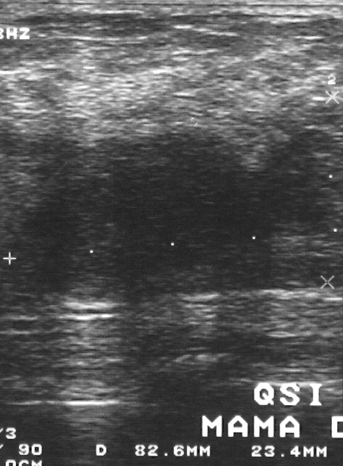
Imaging: breast ultrasound scan.
Biopsy showed mucinous carcinoma. This lesion proved malignant on biopsy or follow-up. BI-RADS category 4.